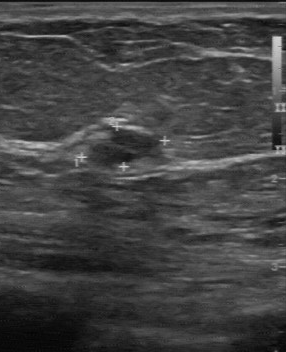
Modality: breast US.
Biopsy or follow-up result: benign.